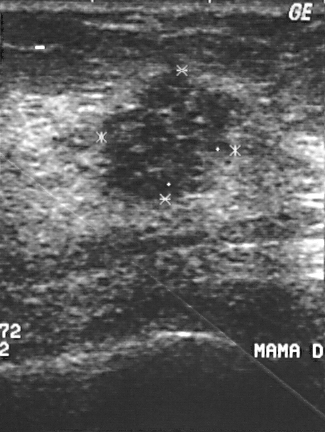
Modality: breast ultrasound.
The breast lesion is malignant on biopsy or follow-up. BI-RADS assessment: 4. Pathology confirmed invasive ductal carcinoma.